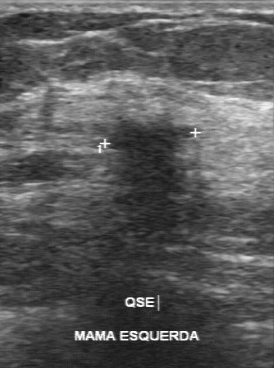
Imaging: breast US.
FINDINGS: Breast US. Margin: irregular. Pathology: invasive ductal carcinoma. Lesion boundary: unclear. Echogenicity: hypoechoic. Calcifications: none. Outcome on biopsy or follow-up: malignant.